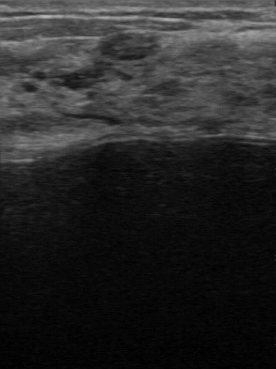
Scanner: GE Logiq 7 @10-14MHz. Modality: breast ultrasound image.
This breast ultrasound image shows a lesion with calcifications: none, hypoechoic echo pattern, regular contour, fairly clear boundary.